Modality: breast sonogram. Background tissue composition: heterogeneous: predominantly fibroglandular.
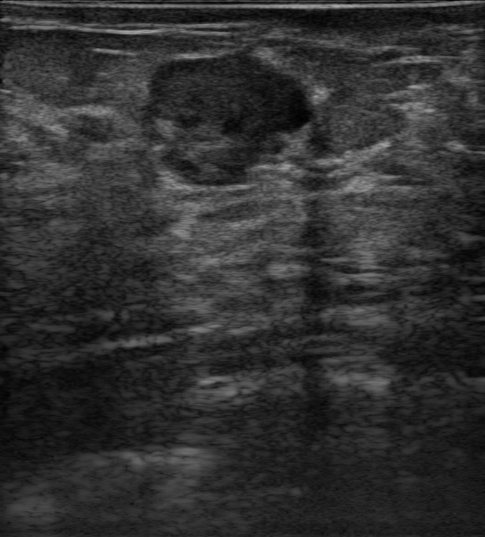
No calcifications are seen. Echogenic halo: absent. Echogenicity: hypoechoic. Skin thickening: none. The margin is not circumscribed (microlobulated). There are no posterior acoustic features. The lesion is round in shape. BI-RADS assessment: 4B. Radiologist's impression: Suspicion of malignancy; Dysplasia; Fibroadenoma; Intraductal papilloma; Phyllodes tumor.